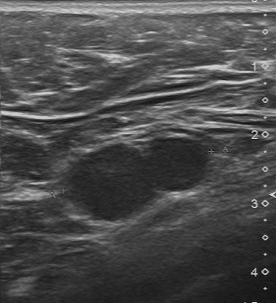
Modality: breast sonogram.
FINDINGS: BI-RADS on independent re-read: 3. BI-RADS (first reader): 4. Calcifications: none. Biopsy or follow-up result: malignant.
OUTCOME ON BIOPSY OR FOLLOW-UP: malignant.